Modality: breast ultrasound scan.
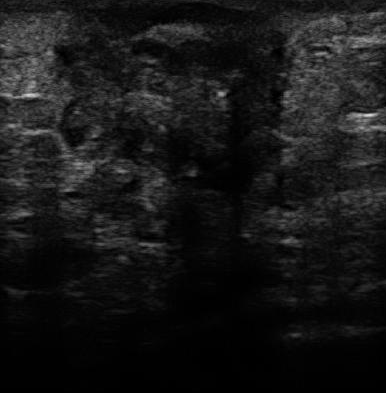
A mass is seen with BI-RADS: 5, confirmed outcome (biopsy or follow-up): malignant.